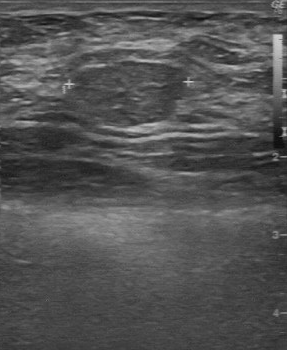
Imaging: breast ultrasound.
BI-RADS 2 in the original read. A second, independent read describes the finding as follows. Margin: regular. Boundary: clear. Internally the finding is slightly hypoechoic. Calcifications: none. The biopsy result was fibroadenoma; the finding is benign.